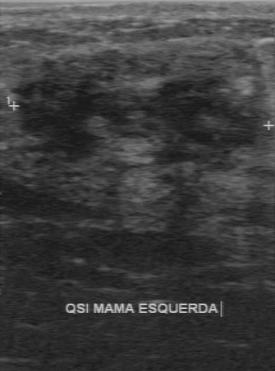
Imaging: breast sonogram.
BI-RADS 4 in the original read.
A second, independent read describes the finding as follows.
The finding has a regular margin.
Its boundary is somewhat unclear.
The finding is hypoechoic.
There are no calcifications.
Biopsy showed fibrocystic changes, a benign finding.